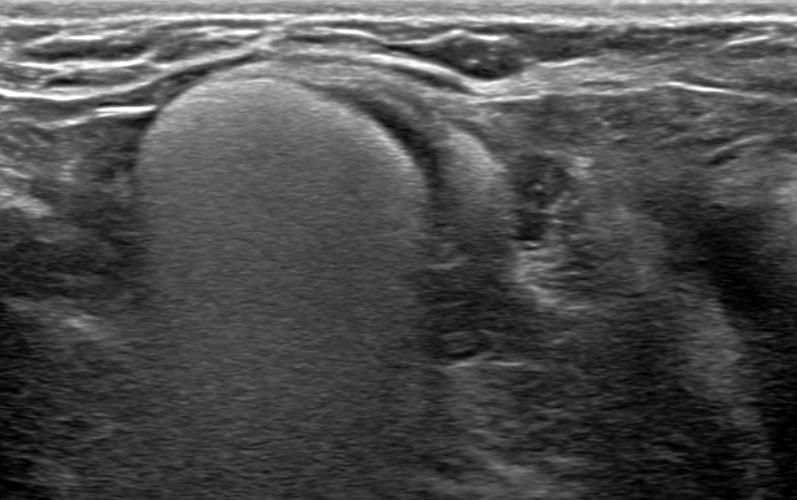
Breast ultrasound image.
A round, hyperechoic lesion with circumscribed margins is seen. There is posterior enhancement. Echogenic halo: absent. Calcifications: none. The lesion is categorized as BI-RADS 2; on biopsy or follow-up it was benign.